Modality: breast US. Scanner: GE Logiq 5 @10-12MHz.
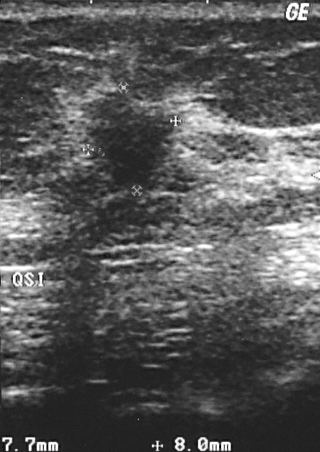
Mass: malignant on biopsy or follow-up. (BI-RADS category 4.)